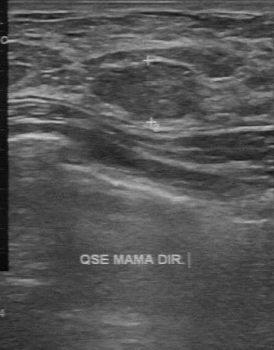
Imaging: breast ultrasound.
The mass was categorized BI-RADS 2 in the original read. The following findings are from a second reader, independent of the original assessment. The mass has a regular margin. Boundary: clear. The mass is slightly hypoechoic. Calcifications: none. Biopsy showed fibroadenoma, a benign finding.